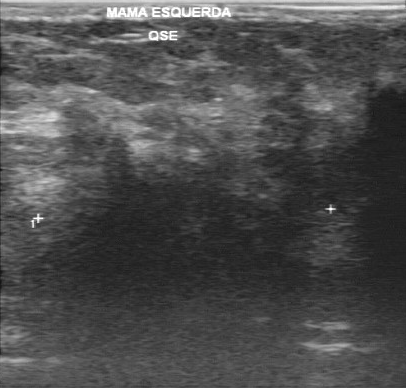
Modality: breast US.
This breast US shows a breast lesion with irregular margin, hypoechoic echo pattern, unclear lesion boundary, calcifications: absent.